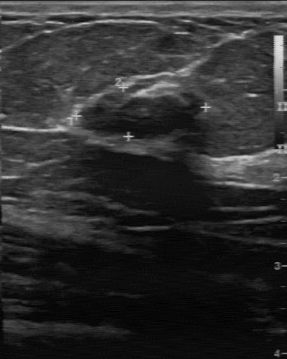
Imaging: breast ultrasound.
BI-RADS assessment is 4. The biopsy result is fibroadenoma.